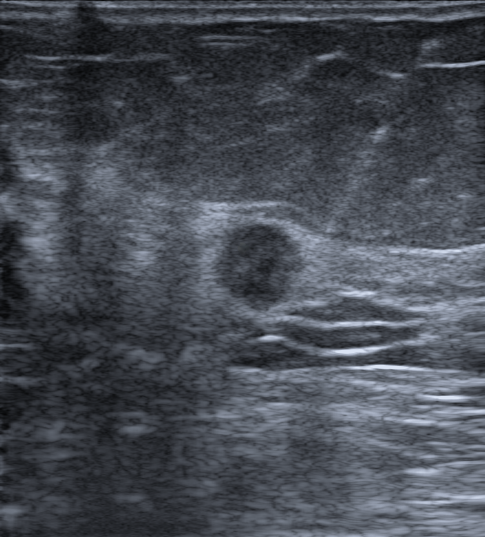
Modality: breast US. 68-year-old patient.
There is a round lesion that is hypoechoic, with margins that are not circumscribed (microlobulated and indistinct). There are no posterior acoustic features. Echogenic halo: absent. BI-RADS assessment: 4C; biopsy or follow-up result: malignant.